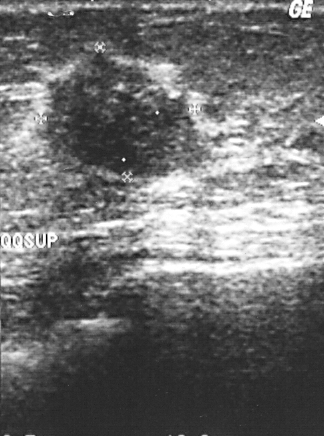
Breast ultrasound image. Scanner: GE Logiq 5 @10-12MHz.
This breast ultrasound image shows a breast lesion, malignant on biopsy or follow-up.